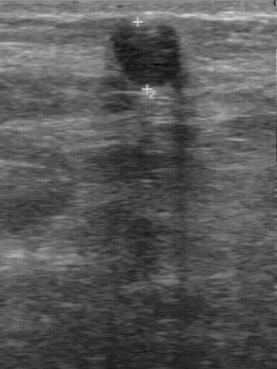
B-mode breast ultrasound.
Outcome on biopsy or follow-up: benign.